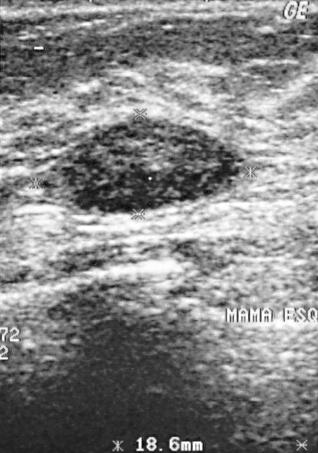
Modality: breast ultrasound.
Pixel coordinates (x1, y1, x2, y2): The lesion occupies approximately (67, 116) to (236, 212). The lesion is benign on biopsy or follow-up.